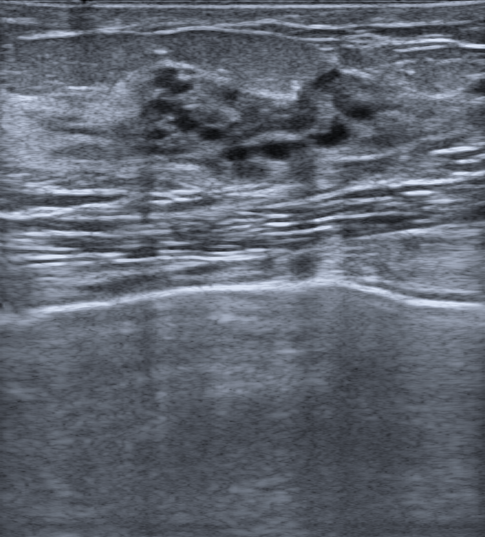
Imaging: breast ultrasound.
There is no skin thickening. There are no calcifications. Echogenicity: complex cystic and solid. Margins are circumscribed. Echogenic halo: absent. It has an oval shape. There are no posterior acoustic features. Assigned BI-RADS 4A. Histopathology: Complex sclerosing lesion. Radiologist's impression: Complex cyst / Non-simple cyst; Dysplasia; Hamartoma. Biopsy or follow-up result: benign.